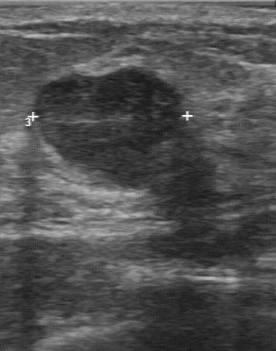
Acquired on GE Logiq 7 @10-14MHz. Modality: breast US.
A finding is seen with independent BI-RADS assessment: 3, BI-RADS (first reader): 3, clear boundary, calcifications: absent, regular contour, hypoechoic internal echoes.